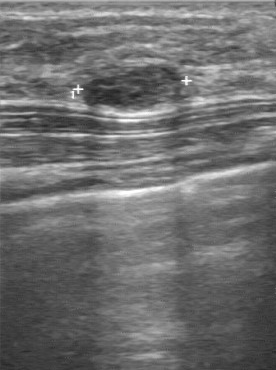
Imaging: breast sonogram.
Biopsy or follow-up result: benign. (BI-RADS category 3.)